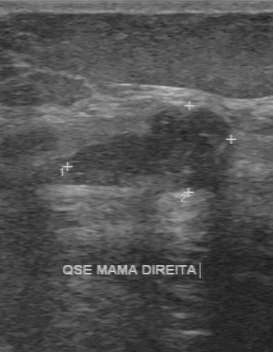
Imaging: breast sonogram.
The mass was categorized BI-RADS 3 in the original read. On a second, independent read, a mass with a regular margin and a clear boundary is seen; it is hypoechoic. The biopsy result was fibroadenoma; the mass is benign.